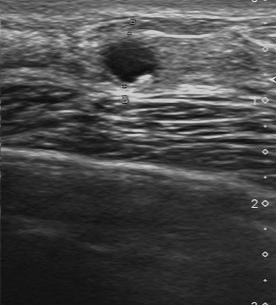
Acquired on Toshiba Aplio 300 @12-14 MHz. Imaging: breast US.
(coordinates in a 276x305 pixel frame) Breast lesion bounding box: (99,37)-(157,81). BI-RADS 4.